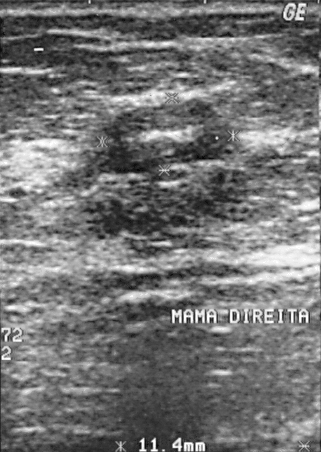
Modality: B-mode breast ultrasound.
Mass bounding box: [107, 99, 233, 174].